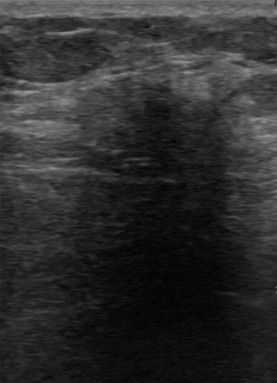
Modality: breast ultrasound.
Original-read BI-RADS category: 4. On a second, independent read, a lesion with an irregular margin and an unclear boundary is seen; it is slightly hypoechoic. No calcifications are seen. Histopathology: invasive lobular carcinoma (malignant).